Modality: breast ultrasound scan.
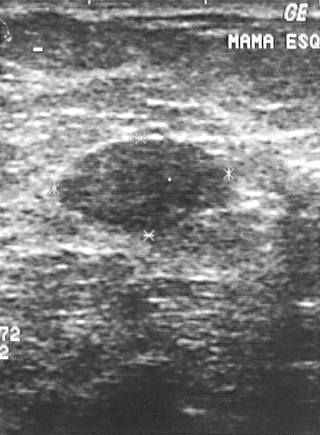
BI-RADS assessment: 3. The biopsy result was fibroadenoma; the mass is benign. This mass proved benign on biopsy or follow-up.